Modality: breast sonogram.
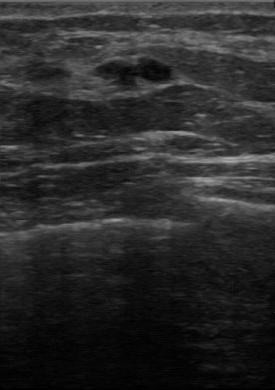
Biopsy or follow-up result: benign. (BI-RADS category 4.)